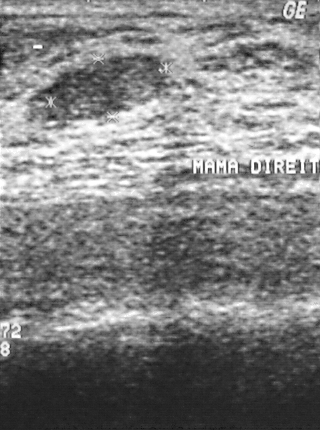
Scanner: GE Logiq 5 @10-12MHz. Modality: breast US.
A finding is present on this breast US. Assessment: BI-RADS 2. Pathology confirmed benign fibroadenoma.